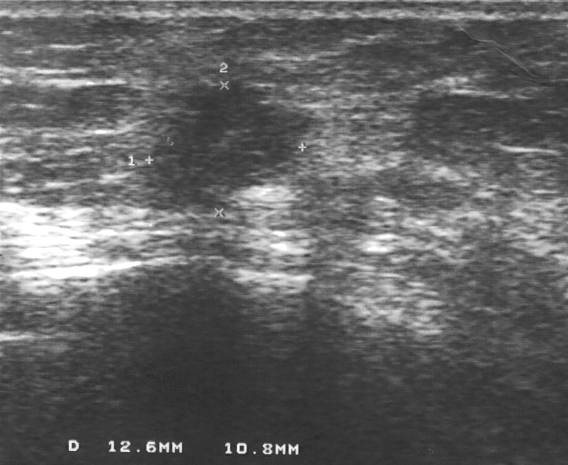
Modality: B-mode breast ultrasound.
BI-RADS assessment: 4. This breast lesion proved malignant on biopsy or follow-up. Biopsy showed invasive lobular carcinoma.